Breast ultrasound scan.
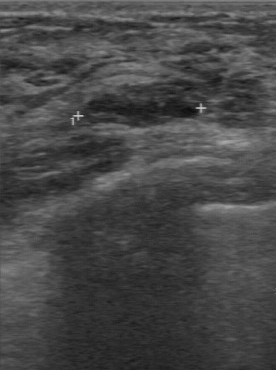
BI-RADS 4 in the original read. On a second, independent read, a mass with a regular margin and a clear boundary is seen; it is hypoechoic. Pathology confirmed benign hyperplasia.